Imaging: B-mode breast ultrasound.
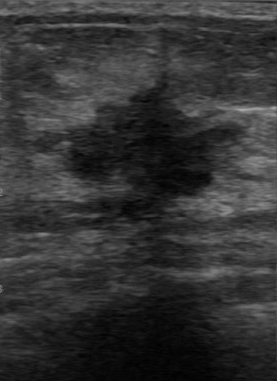
The finding was categorized BI-RADS 4 in the original read. On a second, independent read, a finding with an irregular margin and an unclear boundary is seen; it is hypoechoic. There are no calcifications. Histopathology: invasive ductal carcinoma (malignant).